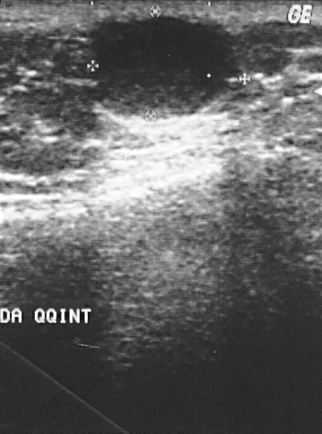
Modality: B-mode breast ultrasound.
(coordinates in a 322x434 pixel frame) Breast lesion bounding box: [91, 17, 234, 118]. The breast lesion is benign on biopsy or follow-up.